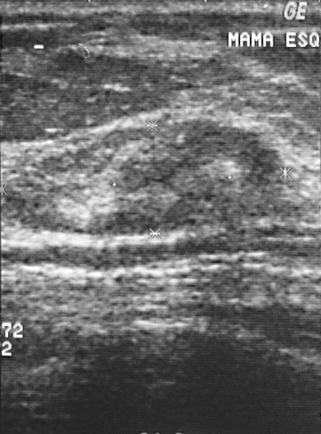
Modality: B-mode breast ultrasound.
The finding is benign on biopsy or follow-up.
BI-RADS assessment: 2.
Biopsy showed fibrocystic changes.